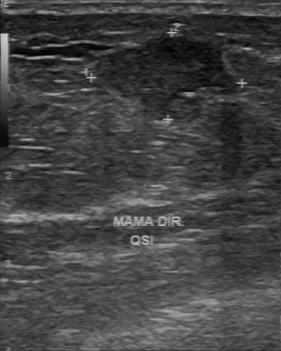
Imaging: breast US. Scanner: GE Logiq 7 @10-14MHz.
A lesion is seen with biopsy or follow-up result: malignant, BI-RADS category: 4, histopathology: mucinous carcinoma.